B-mode breast ultrasound.
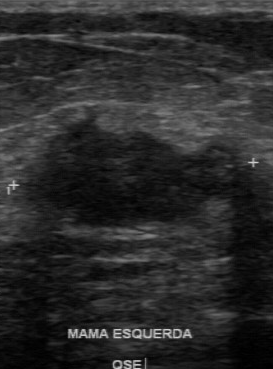
FINDINGS: B-mode breast ultrasound. Calcifications: none. Boundary: unclear. Margin: irregular. Echogenicity: hypoechoic. Confirmed outcome (biopsy or follow-up): malignant.
OUTCOME ON BIOPSY OR FOLLOW-UP: malignant.